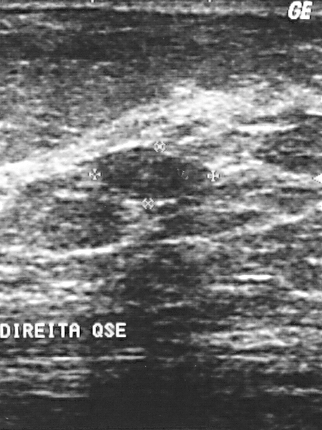
Breast ultrasound image.
This breast ultrasound image shows a mass. It was assessed as BI-RADS 2. Pathology confirmed benign fibroadenoma.